B-mode breast ultrasound.
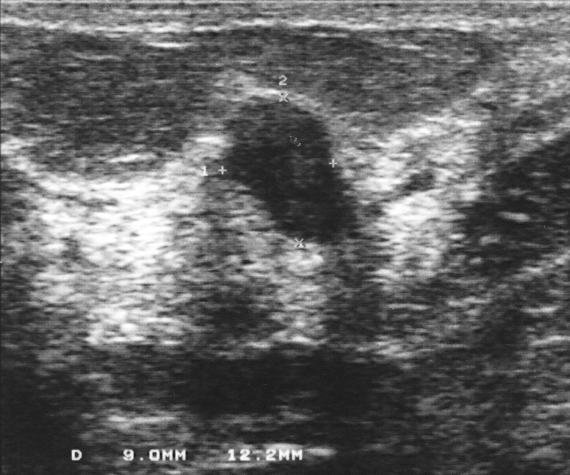
The finding is benign on biopsy or follow-up. (BI-RADS category 4.)